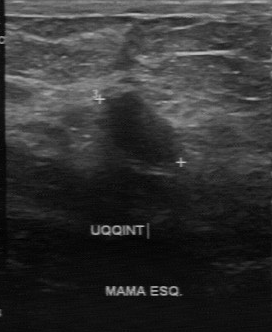
Modality: breast ultrasound image.
Breast ultrasound image findings:
- confirmed outcome (biopsy or follow-up): benign
- BI-RADS (second read): 4A